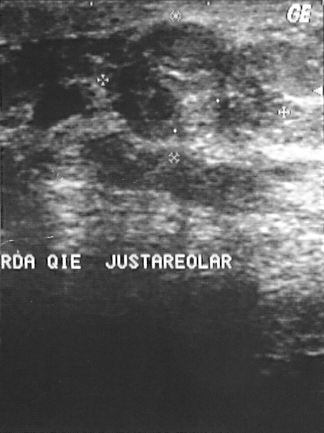
Breast ultrasound image.
BI-RADS assessment: 4.
OUTCOME ON BIOPSY OR FOLLOW-UP: benign.